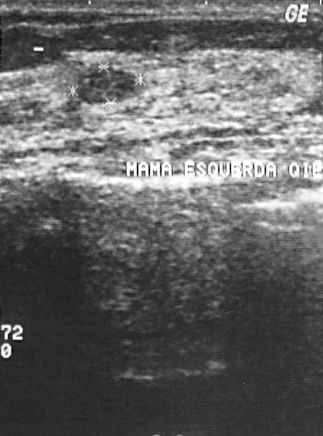
Imaging: breast ultrasound.
Pixel coordinates (x1, y1, x2, y2): Segment the breast lesion: bounding box [79, 67, 142, 104]. BI-RADS 2.